Imaging: breast sonogram.
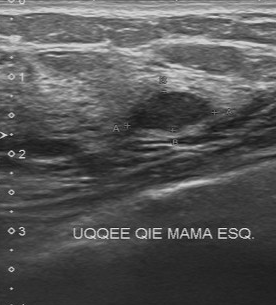
BI-RADS 3 in the original read; on a second read the margin is regular, the boundary clear and the finding hypoechoic. There are no calcifications. Histopathology: fibrocystic changes (benign).